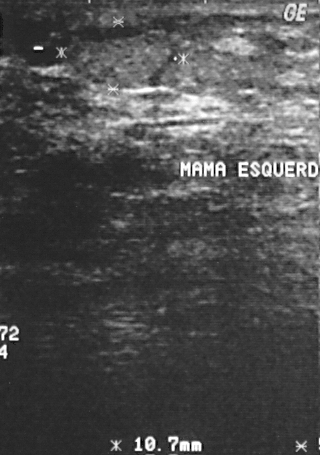
Imaging: breast sonogram.
(coordinates in a 320x455 pixel frame) Segment the finding: bounding box top-left (68, 34), bottom-right (170, 87).